Modality: breast sonogram.
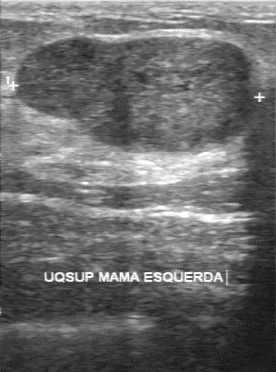
Coordinates are pixels in the 276x372 image. The breast lesion is located within the bounding box (15, 37) to (260, 156). The breast lesion is benign on biopsy or follow-up.